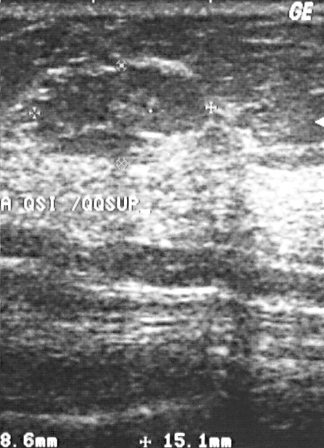
B-mode breast ultrasound.
Biopsy showed lipoma. The lesion is benign on biopsy or follow-up. Assigned BI-RADS 3.